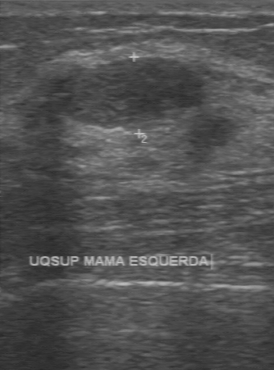
Breast ultrasound scan.
Outcome on biopsy or follow-up: benign.